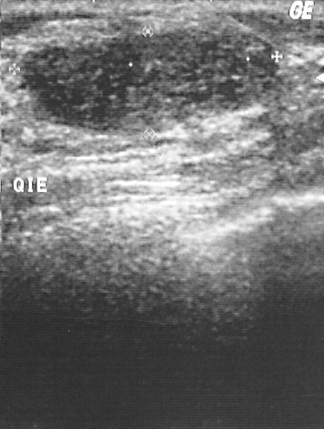
Breast sonogram.
Mass: benign on biopsy or follow-up.